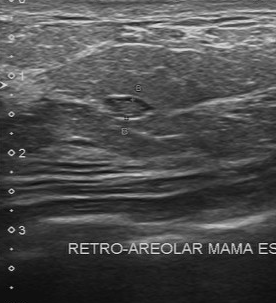
Acquired on Toshiba Aplio 300 @12-14 MHz. Imaging: B-mode breast ultrasound.
B-mode breast ultrasound findings:
- echogenicity: isoechoic
- contour: regular
- calcifications: absent
- lesion boundary: clear
- confirmed outcome (biopsy or follow-up): benign